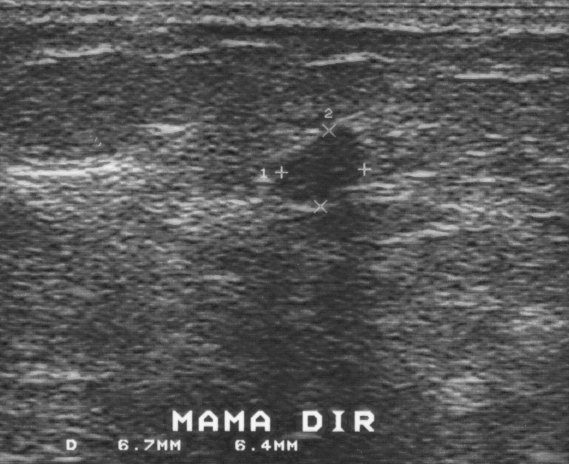
Imaging: B-mode breast ultrasound.
The mass is assessed as BI-RADS 3. Histopathology: fibroadenoma (benign). Outcome on biopsy or follow-up: benign.